Breast sonogram.
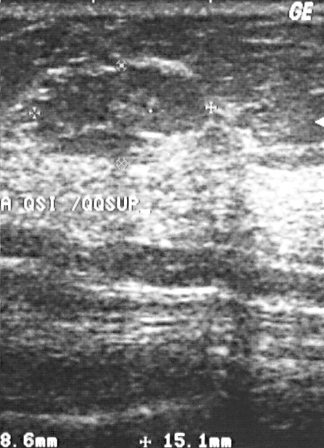
Segment the breast lesion: bounding box (56, 65) to (207, 132). The breast lesion is benign on biopsy or follow-up. BI-RADS 3.